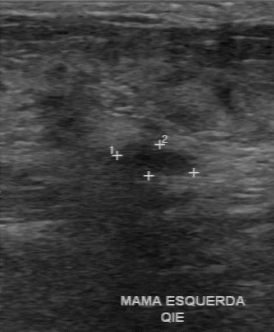
Modality: breast ultrasound. Acquired on GE Logiq 7 @10-14MHz.
Finding: lesion, benign on biopsy or follow-up.